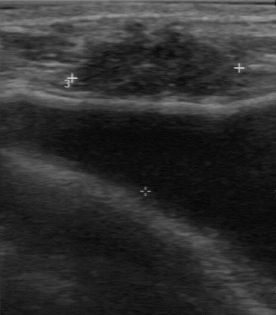
Scanner: GE Logiq 7 @10-14MHz. Modality: breast sonogram.
The breast lesion demonstrates BI-RADS assessment: 4.